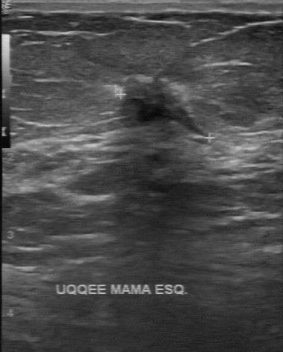
Imaging: breast sonogram.
Margin: irregular. Echo pattern: hypoechoic. Calcifications: suspected. Lesion boundary: unclear.
OUTCOME ON BIOPSY OR FOLLOW-UP: malignant.